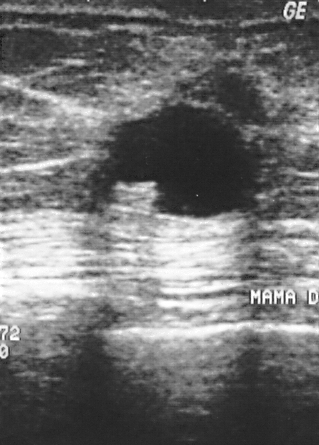
Breast sonogram. Acquired on GE Logiq 5 @10-12MHz.
Biopsy showed cyst, a benign finding. BI-RADS category 4.